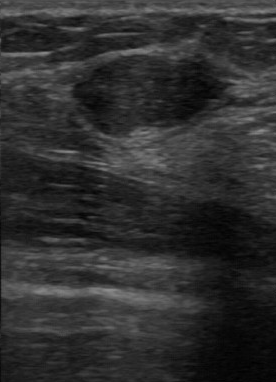
Imaging: breast ultrasound.
The breast lesion was categorized BI-RADS 2 in the original read. The following findings are from a second reader, independent of the original assessment. The breast lesion has a regular margin. The lesion boundary is clear. The breast lesion is hypoechoic. There are no calcifications. The biopsy result was fibroadenoma; the breast lesion is benign.